Breast ultrasound scan.
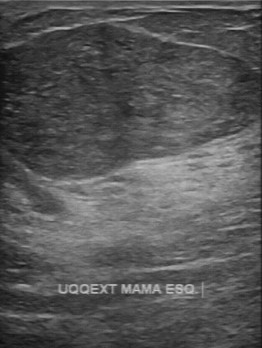
The finding demonstrates confirmed outcome (biopsy or follow-up): benign, BI-RADS category: 3.